Modality: breast sonogram. Scanner: GE Logiq 5 @10-12MHz.
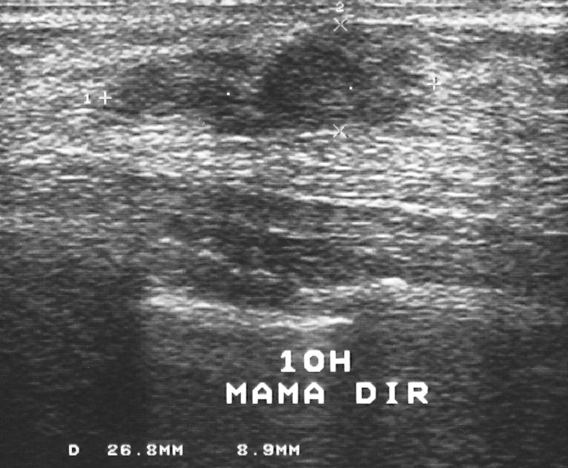
FINDINGS: Breast sonogram. Biopsy result: fibrocystic changes. BI-RADS category: 4.
OUTCOME ON BIOPSY OR FOLLOW-UP: benign.